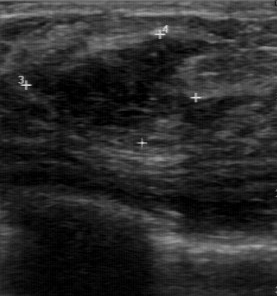
Scanner: GE Logiq 7 @10-14MHz. Imaging: breast US.
This breast US shows a finding with BI-RADS category: 4, outcome on biopsy or follow-up: benign.